Modality: breast ultrasound.
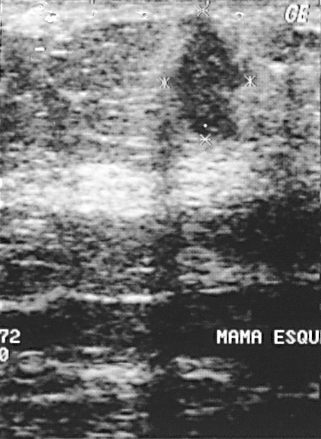
Coordinates are pixels in the 321x439 image. The lesion is located within the bounding box x1=169, y1=14, x2=252, y2=140. The lesion is malignant on biopsy or follow-up.